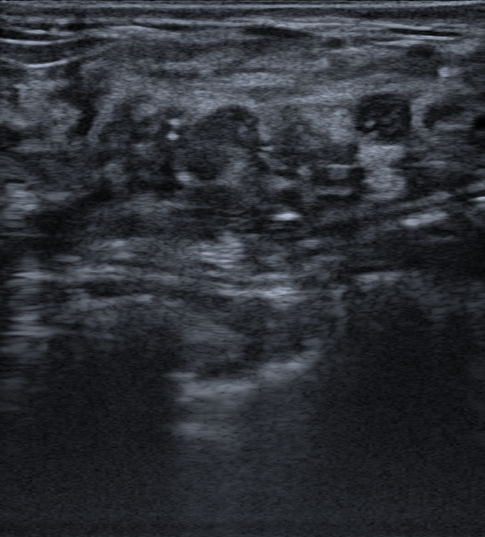
Imaging: breast ultrasound scan.
FINDINGS: Verification: confirmed by biopsy. Echotexture: heterogeneous. Histopathology: Ductal carcinoma in situ (DCIS); Solid papillary carcinoma in situ. Posterior acoustic features: absent. Confirmed outcome (biopsy or follow-up): malignant. Calcifications: in a mass. Skin thickening: none. Shape: irregular. BI-RADS category: 4B. Margin: not circumscribed - spiculated.
OUTCOME ON BIOPSY OR FOLLOW-UP: malignant.